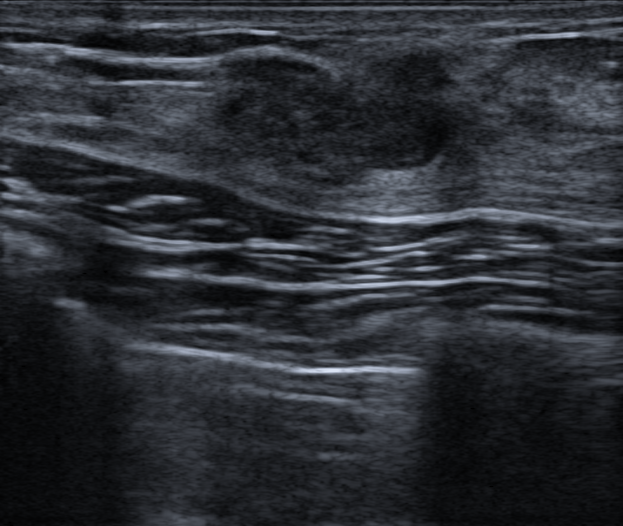
Breast sonogram. Background tissue composition: homogeneous: fibroglandular. Age 31.
- lesion margin: not circumscribed - indistinct
- BI-RADS: 4B
- calcifications: absent
- radiologist impression: Suspicion of malignancy; Fibroadenoma
- echogenicity: hyperechoic
- biopsy result: Fibroadenoma
- biopsy or follow-up result: benign
- echogenic halo: absent